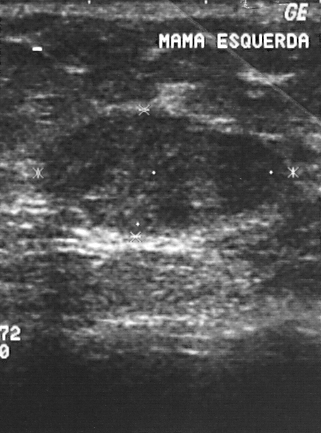
B-mode breast ultrasound.
Biopsy or follow-up result: benign.